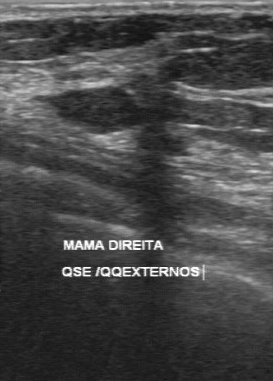
Modality: breast US.
Biopsy or follow-up result: benign.